Imaging: breast US. Acquired on GE Logiq 7 @10-14MHz.
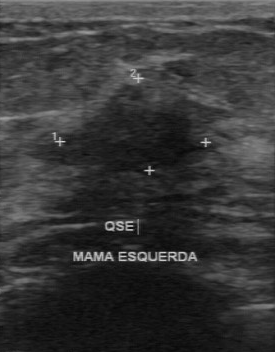
The original reader assigned BI-RADS 4.
The following findings are from a second reader, independent of the original assessment.
The lesion boundary is somewhat unclear.
Calcifications: none.
Margin: partially regular.
Echo pattern: hypoechoic.
The biopsy result was fibroadenoma; the lesion is benign.